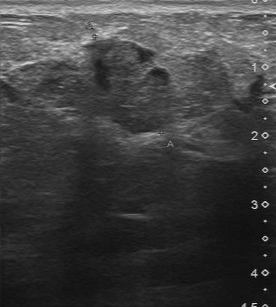
B-mode breast ultrasound.
BI-RADS 4 in the original read; on a second read the margin is partially regular, the boundary fairly clear and the lesion mixed cystic and solid. There are no calcifications. Biopsy showed invasive ductal carcinoma, a malignant finding.